Imaging: breast ultrasound image.
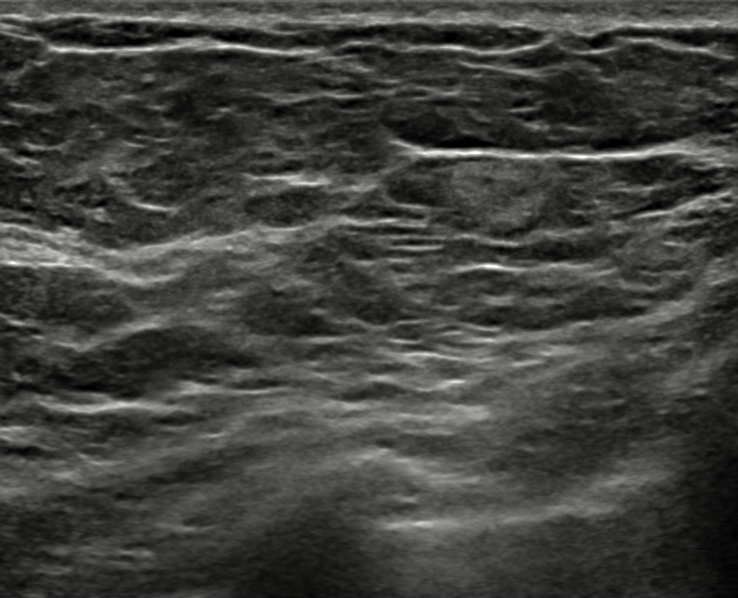
There is a round breast lesion that is hyperechoic, with circumscribed margins. There are no posterior features. There is no echogenic halo. No skin thickening is seen. BI-RADS 2; benign on biopsy or follow-up. Differential on reading: Lipoma.